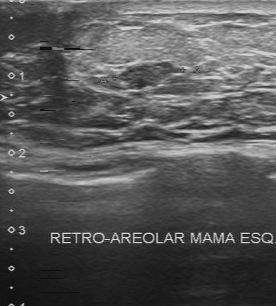
Modality: breast US.
Breast US findings:
- outcome on biopsy or follow-up: benign
- BI-RADS assessment: 3
- biopsy result: fibroadenoma